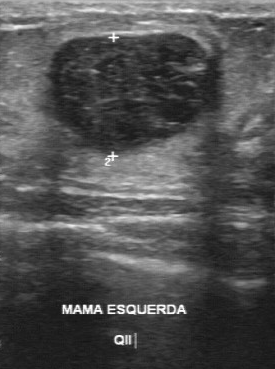
Modality: breast ultrasound scan.
FINDINGS: BI-RADS (second read): 4A. Margin: regular. Boundary: clear. Internal echoes: slightly hypoechoic.
OUTCOME ON BIOPSY OR FOLLOW-UP: benign.